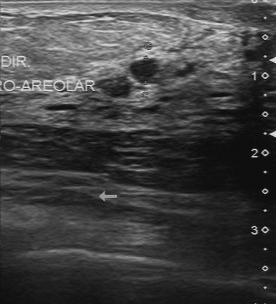
Breast ultrasound.
(coordinates in a 276x304 pixel frame) Segment the mass: bounding box x1=130, y1=58, x2=158, y2=80.